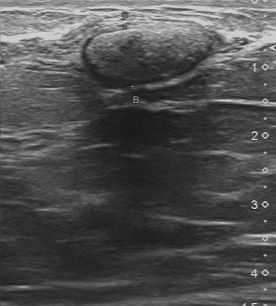
B-mode breast ultrasound.
BI-RADS assessment: 4. Outcome on biopsy or follow-up: benign. Biopsy result: cyst.